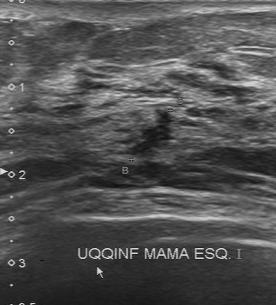
Breast ultrasound image. Acquired on Toshiba Aplio 300 @12-14 MHz.
- BI-RADS: 4
- outcome on biopsy or follow-up: malignant